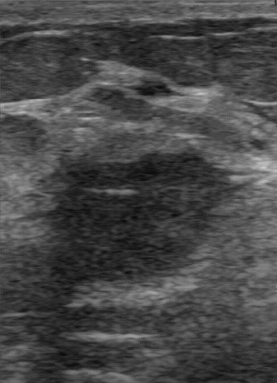
Imaging: breast sonogram.
(coordinates in a 277x383 pixel frame) The mass occupies approximately 43 151 241 295. The mass is malignant on biopsy or follow-up.